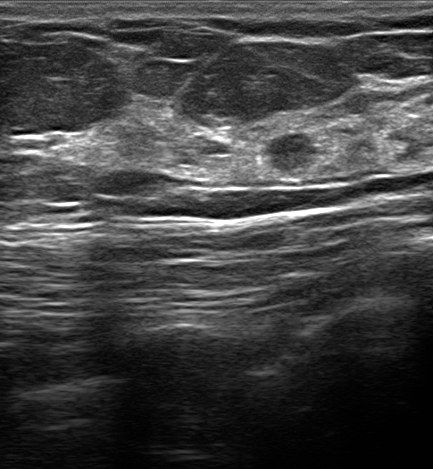
Imaging: breast sonogram. Patient age: 57.
Biopsy confirmed benign mammary dysplasia.
The lesion is assessed as BI-RADS 4B.
Outcome on biopsy or follow-up: benign.
It has an irregular shape.
The lesion has indistinct margins.
The lesion is hypoechoic.
No posterior acoustic features are seen.
Echogenic halo: absent.
Calcifications: none.
There is no skin thickening.